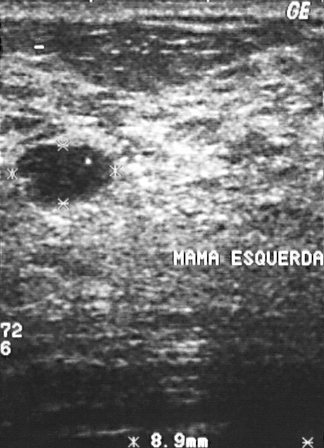
Breast US. Acquired on GE Logiq 5 @10-12MHz.
This breast US shows a breast lesion. BI-RADS category 2. Biopsy showed fibroadenoma, a benign finding.